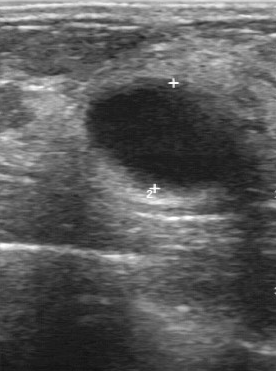
Imaging: breast US.
Biopsy or follow-up result: benign. (BI-RADS category 2.)